Imaging: breast sonogram.
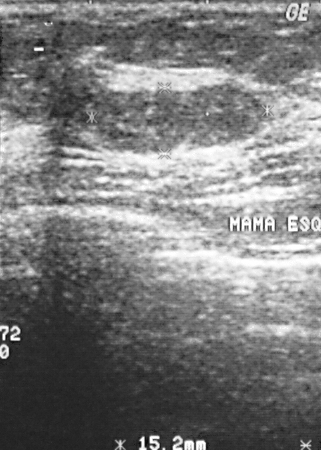
- biopsy or follow-up result: benign
- pathology: fibroadenoma
- BI-RADS: 2